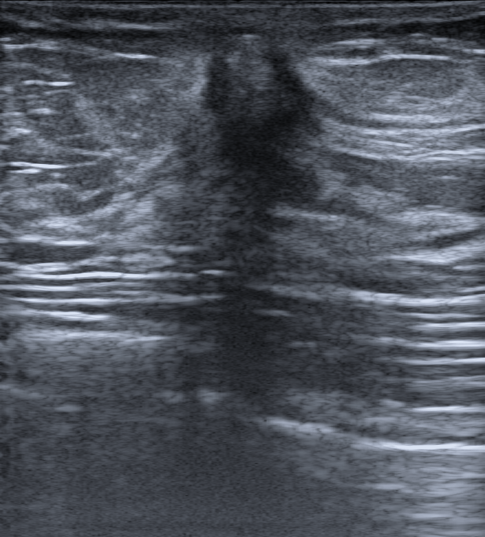
Breast US.
There is an irregular breast lesion that is hypoechoic, with non-circumscribed (spiculated, microlobulated and indistinct) margins. There is posterior shadowing. Skin thickening: present. No calcifications are seen. An echogenic halo is present. The breast lesion is categorized as BI-RADS 5; on biopsy or follow-up it was malignant. Biopsy result: Invasive carcinoma of no special type (NST); Ductal carcinoma in situ (DCIS).